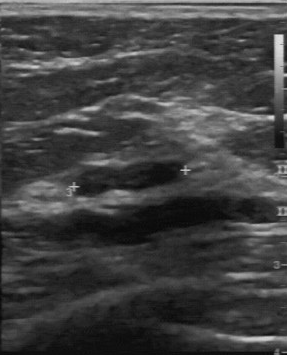
Breast US.
(coordinates in a 287x355 pixel frame) Lesion region of interest: (76,161)-(181,196). The finding is benign on biopsy or follow-up.